Imaging: breast ultrasound scan.
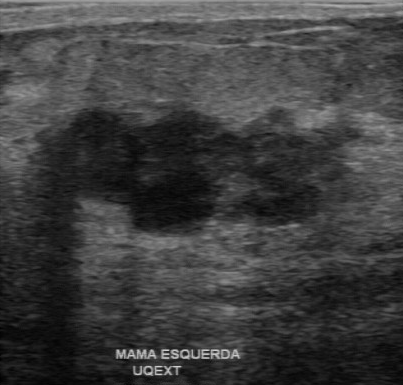
Breast ultrasound scan findings:
- BI-RADS assessment: 4